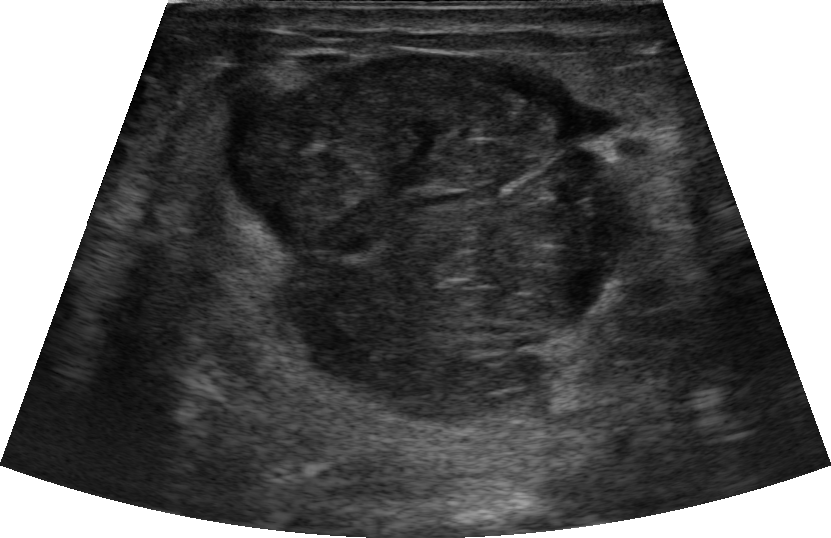
Imaging: breast sonogram. Age 49.
Biopsy or follow-up result: benign.